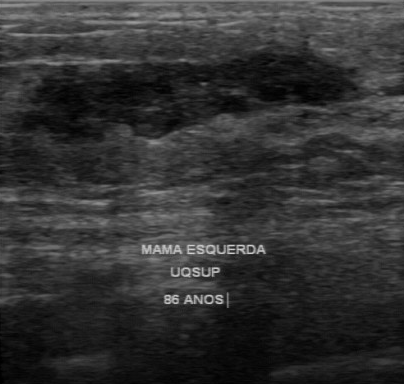
Imaging: breast ultrasound. Scanner: GE Logiq 7 @10-14MHz.
Original-read BI-RADS category: 4.
The following findings are from a second reader, independent of the original assessment.
There are no calcifications.
The lesion boundary is clear.
The mass has a regular margin.
Echo pattern: mixed cystic and solid.
Histopathology: papillary carcinoma (malignant).